Imaging: breast ultrasound.
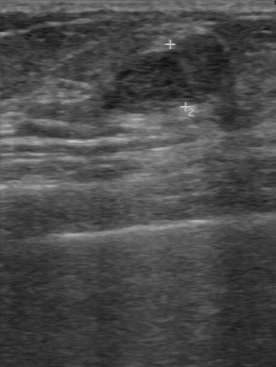
FINDINGS: BI-RADS category: 3. Outcome on biopsy or follow-up: benign. Biopsy result: fibroadenoma.
OUTCOME ON BIOPSY OR FOLLOW-UP: benign.